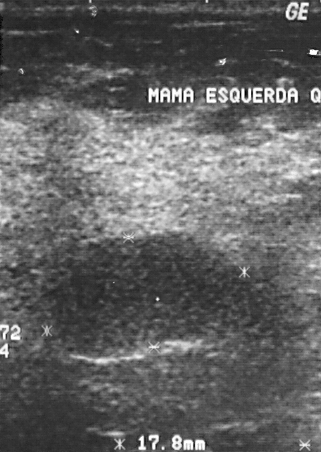
Breast US. Acquired on GE Logiq 5 @10-12MHz.
The breast lesion demonstrates BI-RADS: 4, biopsy result: fibroadenoma.